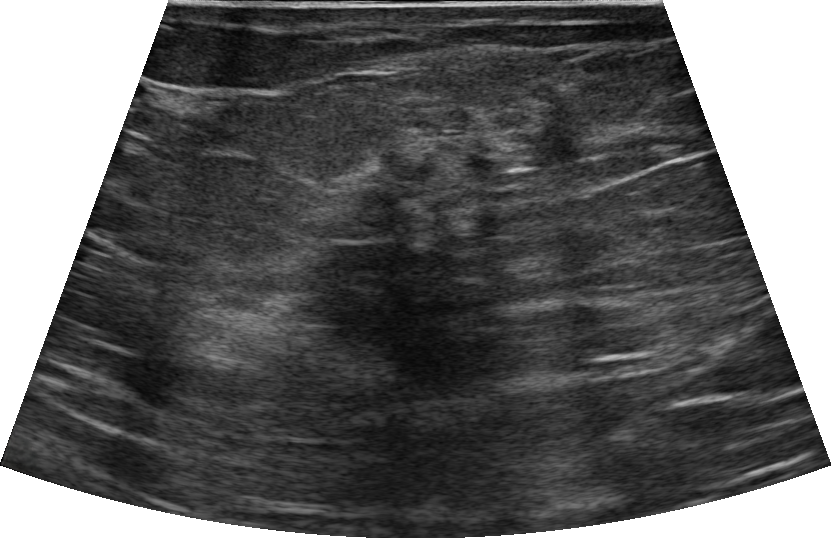
Patient age: 57. Modality: B-mode breast ultrasound.
Coordinates are pixels in the 831x538 image. Finding bounding box: (314,111)-(561,288). The finding is benign on biopsy or follow-up.